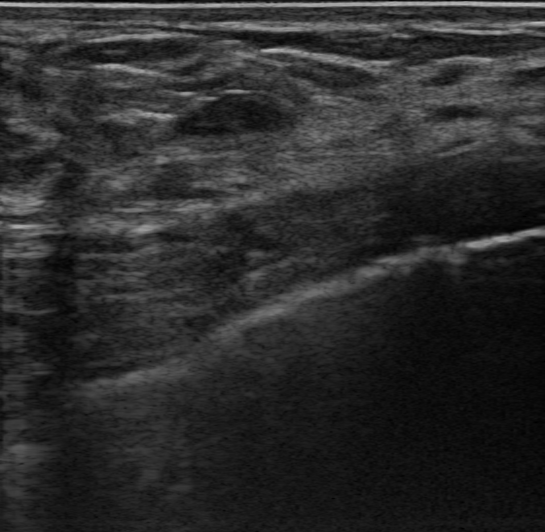
Background echotexture is heterogeneous: predominantly fibroglandular. Modality: breast sonogram.
Finding: lesion, benign on biopsy or follow-up.